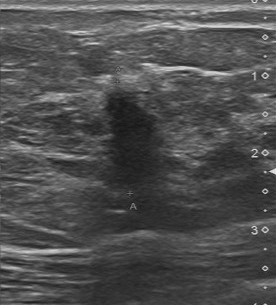
Breast ultrasound scan. Scanner: Toshiba Aplio 300 @12-14 MHz.
Lesion characteristics:
- BI-RADS: 4
- biopsy or follow-up result: malignant